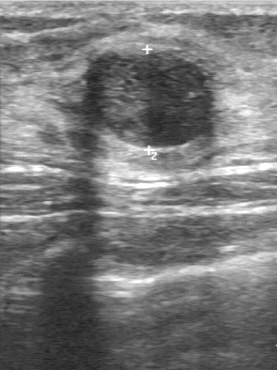
Modality: breast ultrasound.
A mass is seen with calcifications: none, heterogeneous echo pattern, clear boundary, regular margin, biopsy result: fibroadenoma.